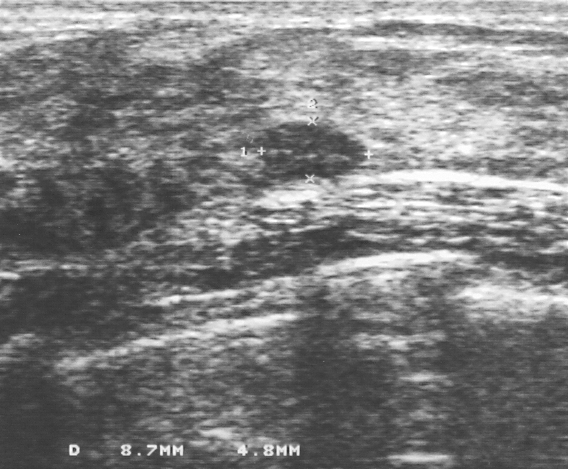
Modality: B-mode breast ultrasound.
This B-mode breast ultrasound shows a finding. It was assessed as BI-RADS 3. Histopathology: fibroadenoma (benign).